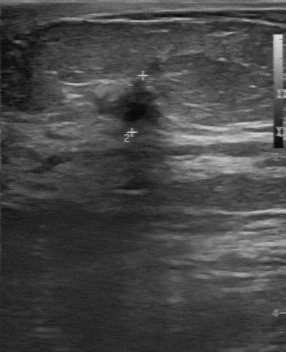
Breast ultrasound.
FINDINGS: Breast ultrasound. Lesion margin: irregular. Echogenicity: hypoechoic. Calcifications: none. Boundary: unclear.